Breast ultrasound image.
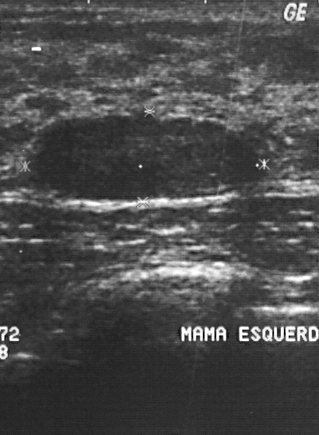
This breast ultrasound image shows a breast lesion. It was assessed as BI-RADS 2. Biopsy showed fibroadenoma, a benign finding.